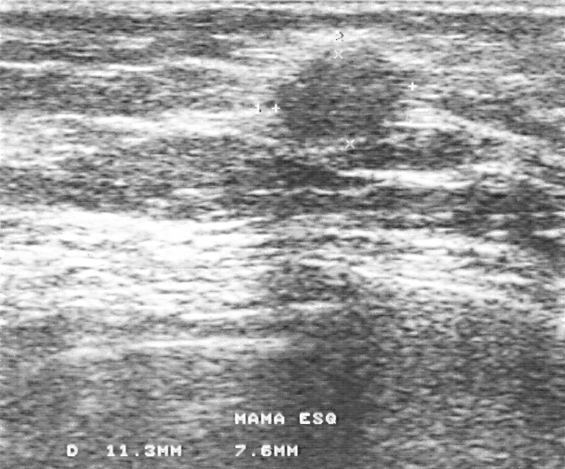
Modality: B-mode breast ultrasound.
Breast lesion: benign on biopsy or follow-up. (BI-RADS category 4.)